B-mode breast ultrasound.
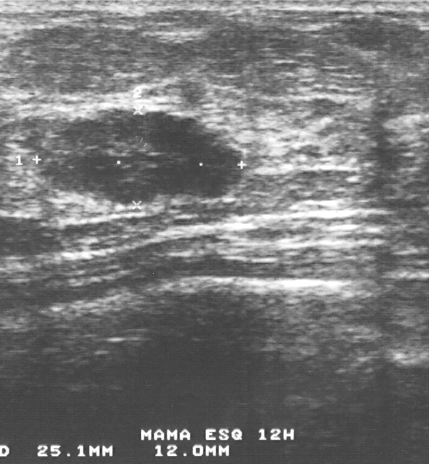
Assigned BI-RADS 3. Biopsy or follow-up result: benign. Histopathology: fibroadenoma (benign).